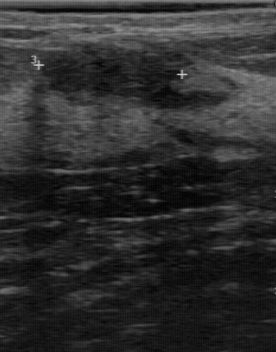
B-mode breast ultrasound.
Mass: benign on biopsy or follow-up. BI-RADS 2.